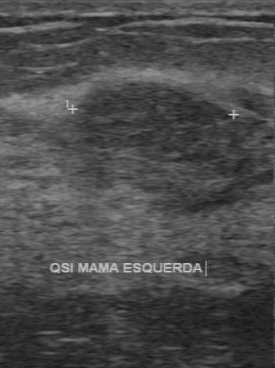
Breast US.
The original reader assigned BI-RADS 4.
Descriptors from an independent second read (not the reader who assigned the category):
Calcifications: none.
Echo pattern: slightly hypoechoic.
Boundary: fairly clear.
The margin is regular.
Biopsy showed fibroadenoma, a benign finding.